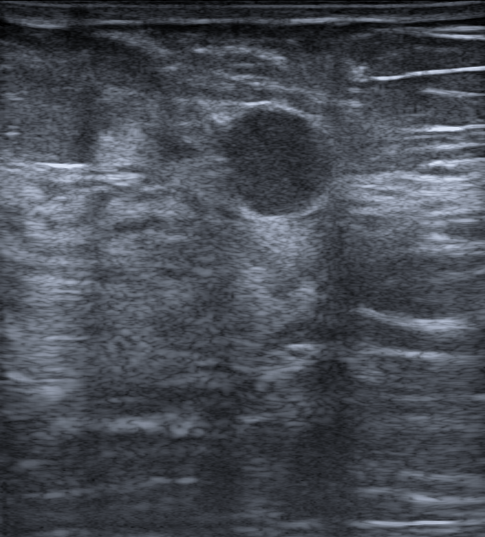
Breast sonogram. Background tissue composition: heterogeneous: predominantly fat.
(coordinates in a 485x537 pixel frame) The mass is located within the bounding box 222 106 335 217. The mass is benign on biopsy or follow-up. BI-RADS 3.